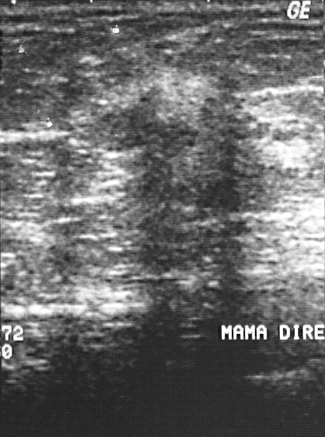
Scanner: GE Logiq 5 @10-12MHz. Imaging: breast ultrasound.
The mass is malignant on biopsy or follow-up. BI-RADS 4.